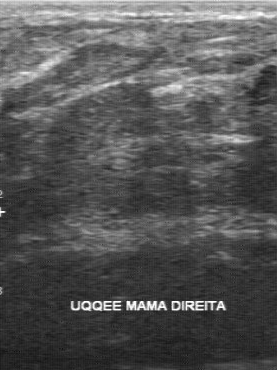
Modality: B-mode breast ultrasound. Scanner: GE Logiq 7 @10-14MHz.
Coordinates are pixels in the 277x370 image. The breast lesion occupies approximately (51, 43) to (155, 86). BI-RADS 4.